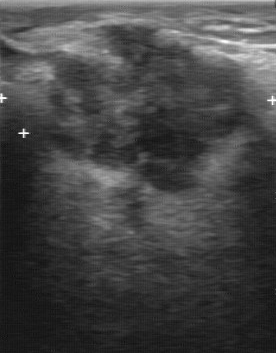
Imaging: breast US. Acquired on GE Logiq 7 @10-14MHz.
Lesion characteristics:
- margin: irregular
- internal echoes: hypoechoic
- calcifications: absent
- boundary: unclear